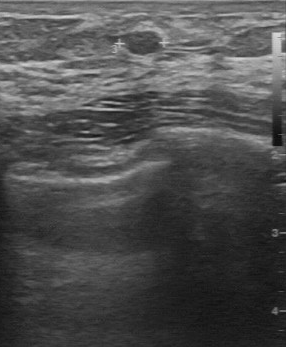
Imaging: breast ultrasound image.
- biopsy or follow-up result: benign
- second-reader BI-RADS: 2
- original BI-RADS: 3